Acquired on GE Logiq 7 @10-14MHz. Breast ultrasound image.
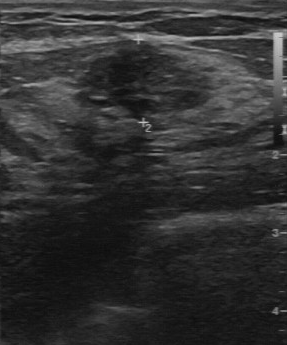
The finding was assessed as BI-RADS 4 by the original reader.
Descriptors from an independent second read (not the reader who assigned the category):
The finding has a partially regular margin.
Its boundary is fairly clear.
The finding is slightly hypoechoic.
Calcifications: none.
The biopsy result was fibroadenoma; the finding is benign.